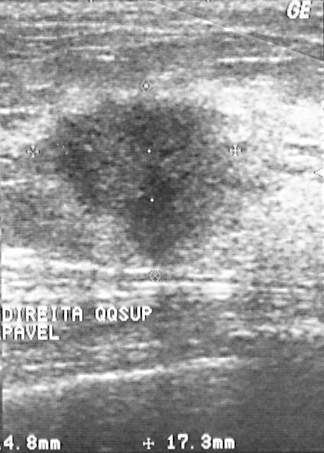
Modality: breast US.
(coordinates in a 324x453 pixel frame) The breast lesion is located within the bounding box (23, 90) to (259, 272).